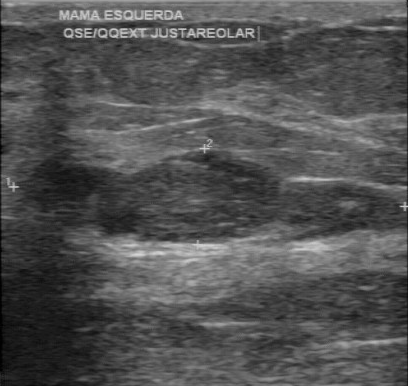
B-mode breast ultrasound.
The lesion demonstrates calcifications: absent, histopathology: fibroadenoma, hypoechoic internal echoes, confirmed outcome (biopsy or follow-up): benign, regular margin, clear boundary.